Modality: breast ultrasound.
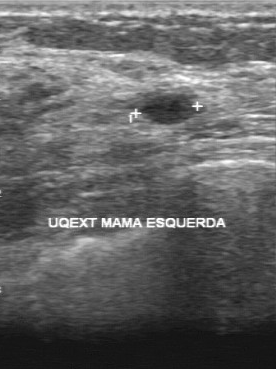
BI-RADS 2 in the original read. Descriptors from an independent second read (not the reader who assigned the category): Margin: regular. The lesion boundary is clear. Echo pattern: slightly hypoechoic. No calcifications are seen. Histopathology: cyst (benign).